Modality: breast sonogram.
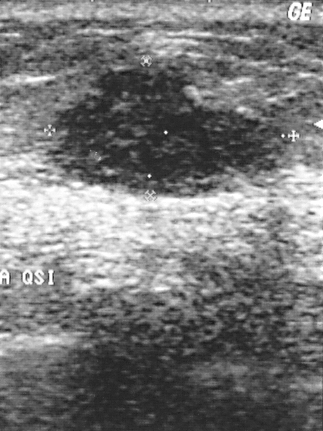
Coordinates are pixels in the 323x431 image. The mass is located within the bounding box top-left (53, 63), bottom-right (289, 196). BI-RADS 2.